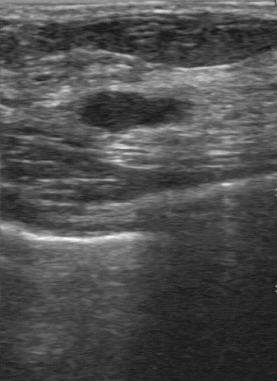
Breast US.
The breast lesion was categorized BI-RADS 2 in the original read. The following findings are from a second reader, independent of the original assessment. The breast lesion is hypoechoic. Boundary: fairly clear. The breast lesion has a regular margin. Calcifications: none. The biopsy result was fibroadenoma; the breast lesion is benign.